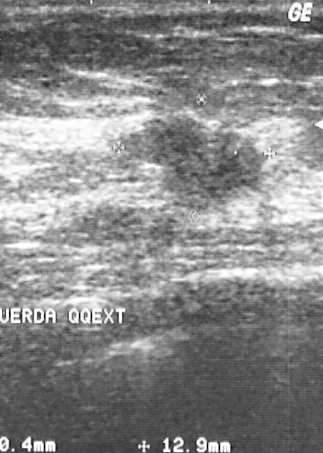
Breast sonogram. Scanner: GE Logiq 5 @10-12MHz.
Breast lesion: malignant on biopsy or follow-up.